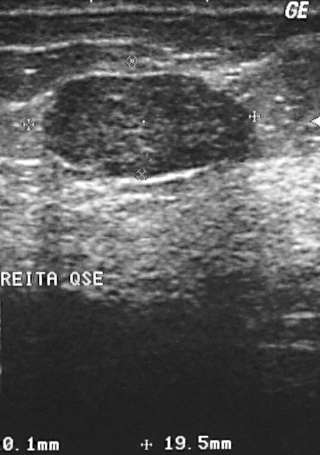
Breast US.
BI-RADS assessment: 2.
Outcome on biopsy or follow-up: benign.
Biopsy showed cyst, a benign finding.